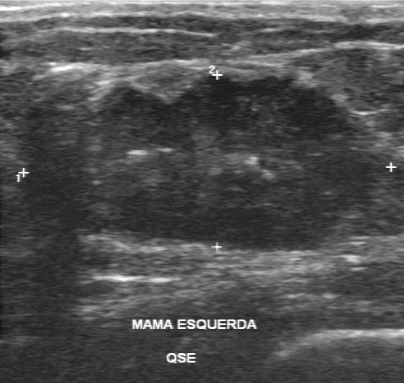
Scanner: GE Logiq 7 @10-14MHz. Breast sonogram.
BI-RADS 5 in the original read; on a second read the margin is irregular, the boundary unclear and the finding hypoechoic. The finding contains multiple calcifications. The biopsy result was invasive ductal carcinoma; the finding is malignant.